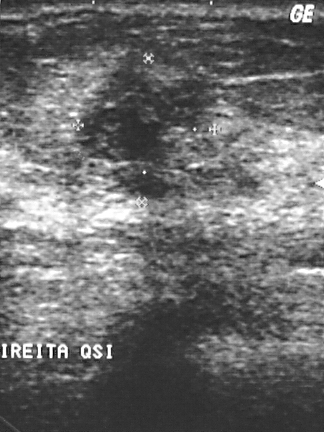
Imaging: breast ultrasound image.
This breast ultrasound image shows a mass. BI-RADS category 4. Pathology confirmed malignant invasive ductal carcinoma.